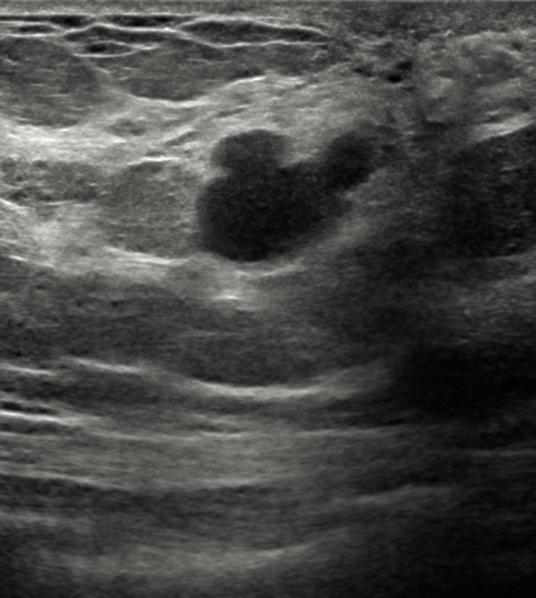
Background echotexture is heterogeneous: predominantly fat. Modality: breast ultrasound scan. Age 45.
Biopsy or follow-up result: benign.